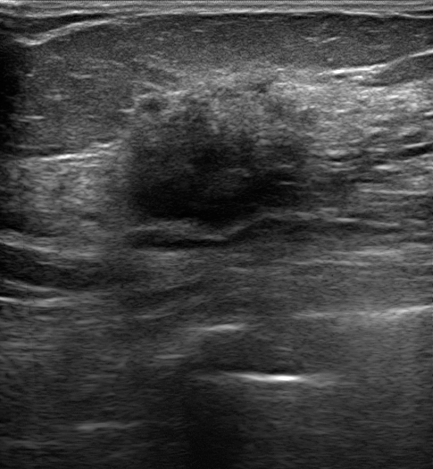
Modality: breast ultrasound scan.
There is no skin thickening. Verification is confirmed by biopsy. Calcifications: none. Differential: Suspicion of malignancy; Fibroadenoma; Intraductal papilloma. The echo pattern is hypoechoic. The lesion shape is irregular. Pathology is Invasive lobular carcinoma. The confirmed outcome (biopsy or follow-up) is malignant. BI-RADS: 5.